Imaging: breast ultrasound.
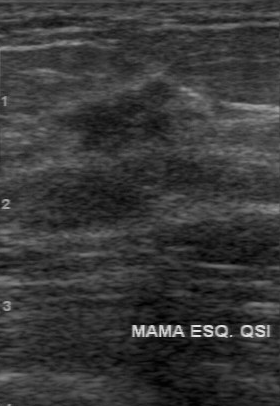
(coordinates in a 280x406 pixel frame) The breast lesion is located within the bounding box (41,77)-(206,160). The breast lesion is malignant on biopsy or follow-up.